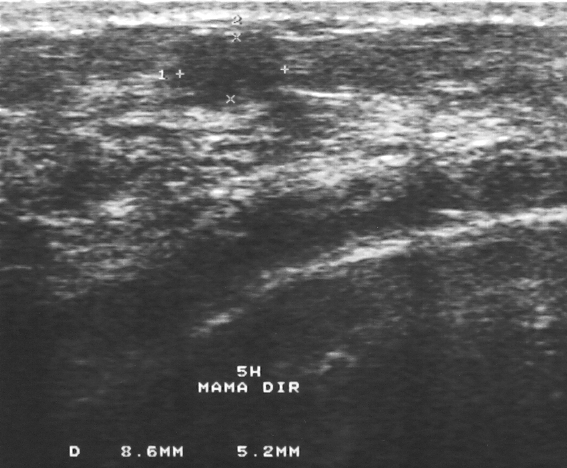
Acquired on GE Logiq 5 @10-12MHz. Breast ultrasound.
Pixel coordinates (x1, y1, x2, y2): Lesion bounding box: [177, 34, 284, 100]. The lesion is benign on biopsy or follow-up.